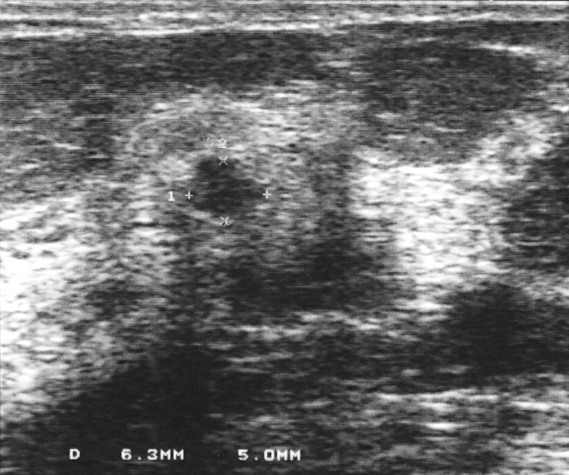
Breast sonogram.
(coordinates in a 569x475 pixel frame) Lesion region of interest: 186 156 265 217.